Modality: breast US.
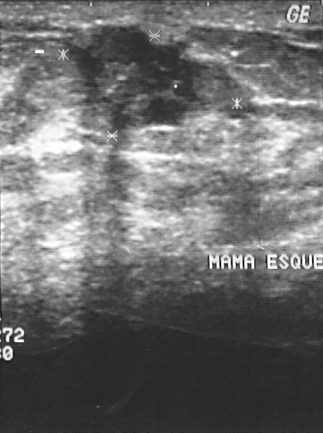
(coordinates in a 323x433 pixel frame) Breast lesion bounding box: x1=62, y1=23, x2=240, y2=138. The breast lesion is benign on biopsy or follow-up.